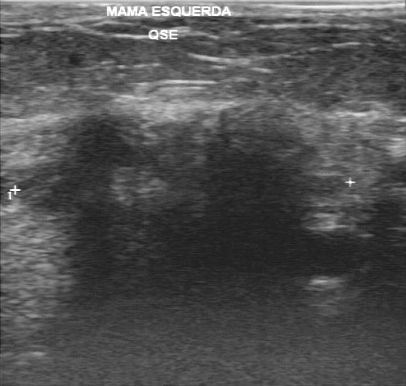
Imaging: breast ultrasound scan.
BI-RADS: 5. The confirmed outcome (biopsy or follow-up) is malignant. Biopsy result: invasive lobular carcinoma.